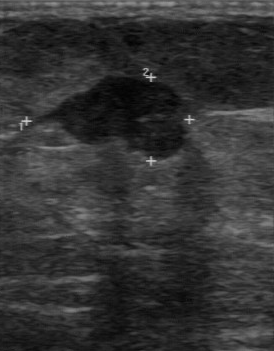
Breast ultrasound scan.
Coordinates are pixels in the 274x351 image. Lesion region of interest: (30, 76) to (190, 161). The lesion is malignant on biopsy or follow-up. BI-RADS 4.